Scanner: GE Logiq 5 @10-12MHz. Breast ultrasound.
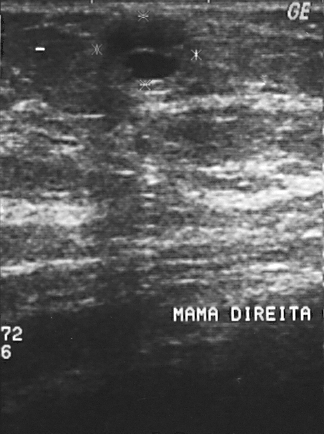
A lesion is seen with confirmed outcome (biopsy or follow-up): benign, BI-RADS category: 2.